Breast sonogram. 44-year-old patient.
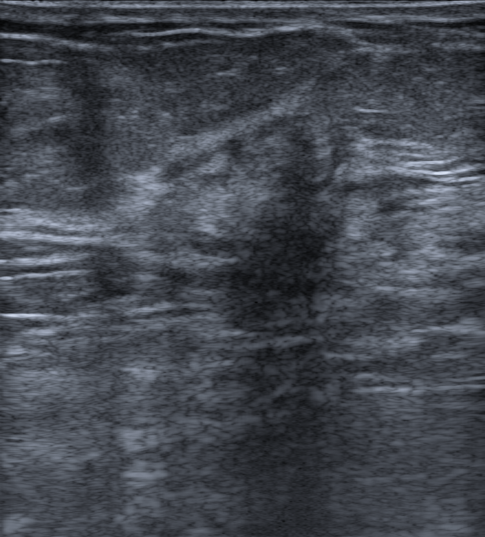
An irregular, hypoechoic breast lesion with margins that are not circumscribed (spiculated and indistinct) is seen. There is posterior acoustic shadowing. There is no echogenic halo. No calcifications are seen. BI-RADS 4C; malignant on biopsy or follow-up. Radiologist's impression: Suspicion of malignancy. Biopsy confirmed invasive lobular carcinoma.